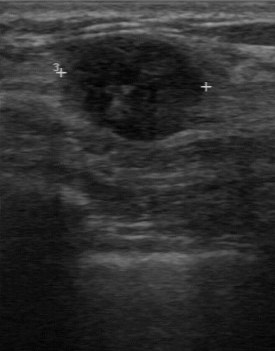
Acquired on GE Logiq 7 @10-14MHz. B-mode breast ultrasound.
- BI-RADS: 4
- pathology: invasive ductal carcinoma